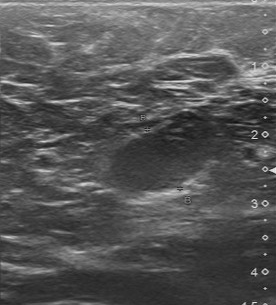
Breast sonogram.
Breast lesion: benign on biopsy or follow-up.